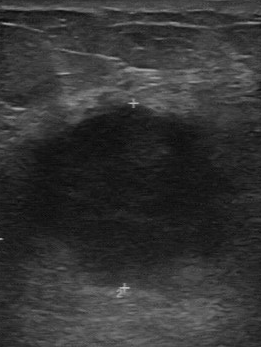
Modality: breast ultrasound scan.
Mass: malignant on biopsy or follow-up.